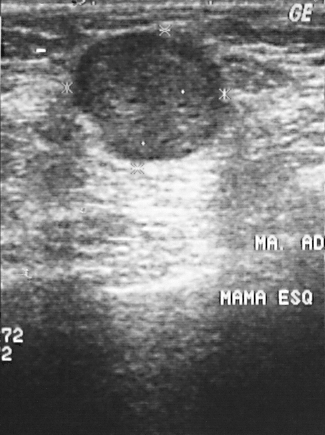
Imaging: breast ultrasound scan.
Outcome on biopsy or follow-up: malignant.
Pathology confirmed invasive ductal carcinoma.
The breast lesion is assessed as BI-RADS 2.